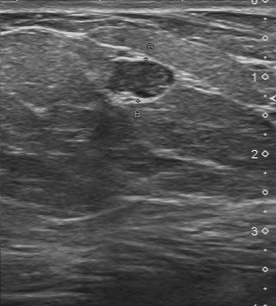
Modality: B-mode breast ultrasound.
FINDINGS: B-mode breast ultrasound. Calcifications: none. Lesion margin: regular. Boundary: clear. Echogenicity: slightly hypoechoic.